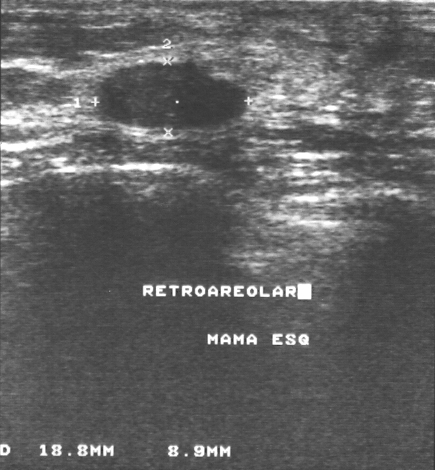
Breast ultrasound.
(coordinates in a 435x470 pixel frame) Finding bounding box: 96 62 246 128. BI-RADS 2.